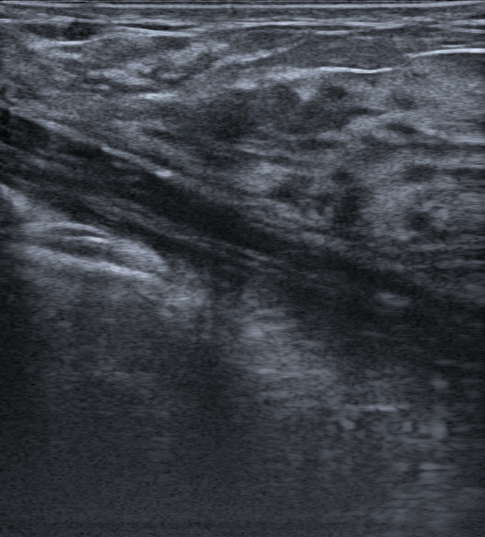
Modality: breast ultrasound image.
Pixel coordinates (x1, y1, x2, y2): The breast lesion is located within the bounding box [161, 79, 351, 139]. BI-RADS 3.